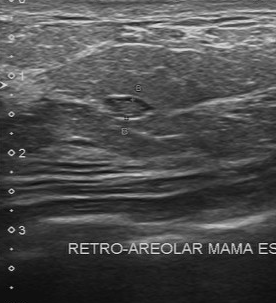
Acquired on Toshiba Aplio 300 @12-14 MHz. Imaging: B-mode breast ultrasound.
This B-mode breast ultrasound shows a mass, benign on biopsy or follow-up.